Scanner: Toshiba Aplio 300 @12-14 MHz. Breast sonogram.
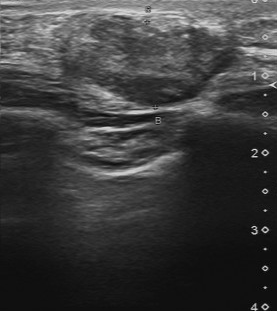
The BI-RADS is 4. Biopsy or follow-up result: malignant. Biopsy result is invasive ductal carcinoma.